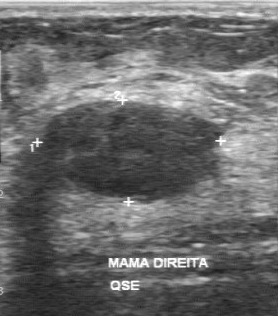
Acquired on GE Logiq 7 @10-14MHz. Imaging: breast ultrasound image.
The original reader assigned BI-RADS 3. A second, independent read describes the lesion as follows. Margin: regular. The lesion is hypoechoic. No calcifications are seen. Its boundary is clear. The biopsy result was fibroadenoma; the lesion is benign.